Modality: breast ultrasound.
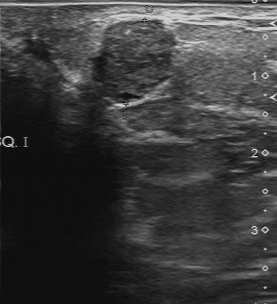
This breast ultrasound shows a finding with slightly hypoechoic echo pattern, regular contour, outcome on biopsy or follow-up: benign, BI-RADS (second read): 3.